Breast sonogram.
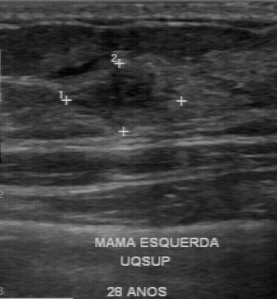
A finding is seen with partially regular contour, hypoechoic echo pattern, confirmed outcome (biopsy or follow-up): benign, somewhat unclear boundary, calcifications: absent.